Modality: breast ultrasound image.
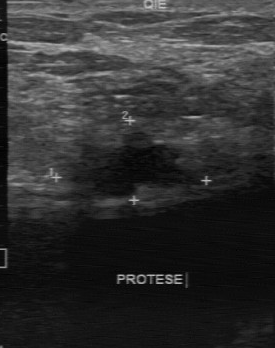
A lesion is seen with biopsy or follow-up result: benign, BI-RADS: 4.